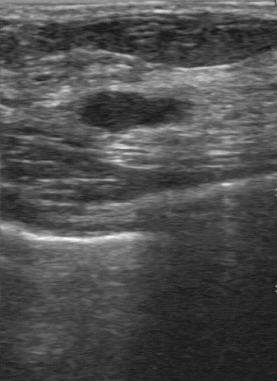
Modality: breast ultrasound.
A lesion is seen with BI-RADS: 2, outcome on biopsy or follow-up: benign.